Imaging: breast ultrasound scan.
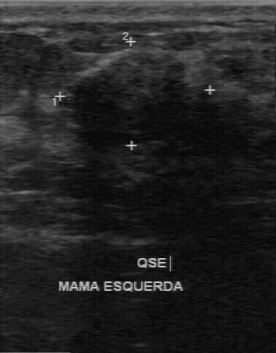
The mass was assessed as BI-RADS 3 by the original reader. On a second, independent read, a mass with a regular margin and a clear boundary is seen; it is hypoechoic. There are no calcifications. The biopsy result was fibrocystic changes; the mass is benign.